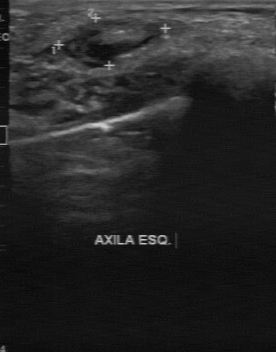
Modality: breast ultrasound image.
FINDINGS: Breast ultrasound image. BI-RADS assessment: 2.
OUTCOME ON BIOPSY OR FOLLOW-UP: benign.